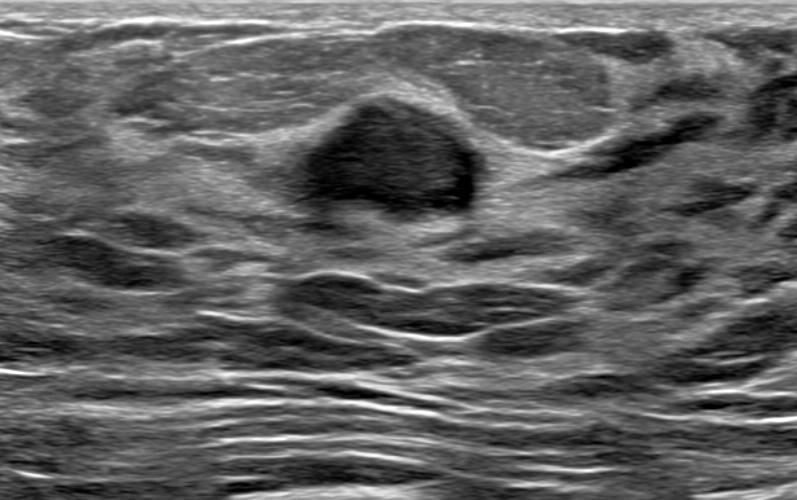
Breast US.
Echogenicity: hypoechoic. Skin thickening: none. Echogenic halo: absent. Margins are circumscribed. No posterior acoustic features are seen. The breast lesion appears oval. Calcifications: none. The finding was confirmed by follow-up care. Radiologic interpretation: Fibroadenoma; Cyst filled with thick fluid. Outcome on biopsy or follow-up: benign. BI-RADS assessment: 3.